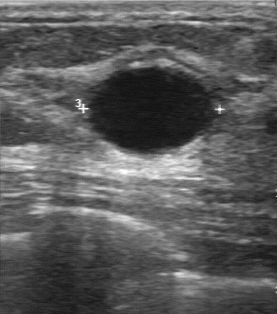
Modality: breast ultrasound scan. Acquired on GE Logiq 7 @10-14MHz.
The original reader assigned BI-RADS 2. Findings on the second read (an independent reader): an anechoic breast lesion, margin regular, boundary clear. There are no calcifications. Pathology confirmed benign cyst.